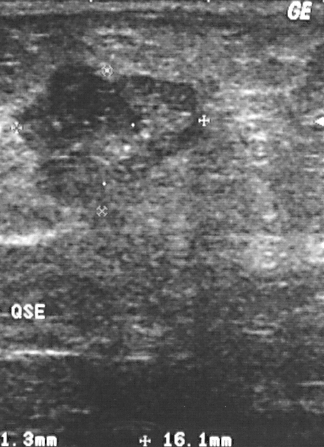
Breast US.
The lesion is malignant on biopsy or follow-up. The lesion is assessed as BI-RADS 5. Biopsy showed invasive ductal carcinoma, a malignant finding.